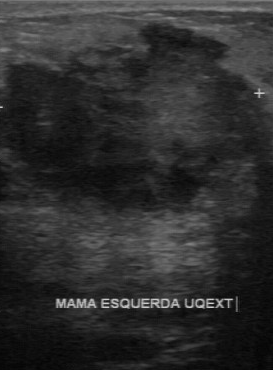
Breast ultrasound image.
The pathology is invasive ductal carcinoma. BI-RADS category: 5.